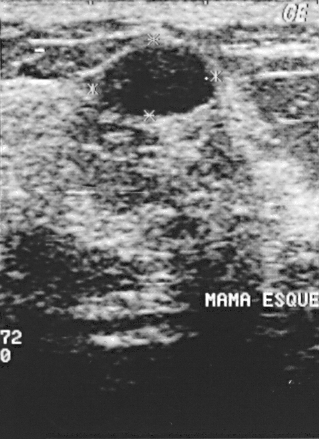
B-mode breast ultrasound.
A breast lesion is present on this B-mode breast ultrasound. BI-RADS category 2. Biopsy showed fibroadenoma, a benign finding.